Imaging: breast US.
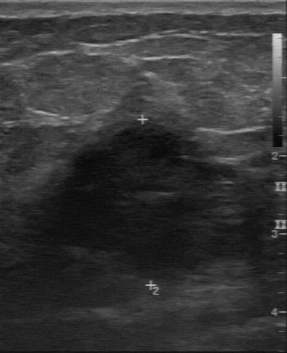
Biopsy or follow-up result: malignant.